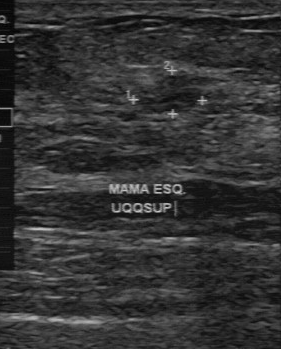
Modality: breast ultrasound.
BI-RADS 4 in the original read; on a second read the margin is partially regular, the boundary somewhat unclear and the lesion slightly hypoechoic. No calcifications are seen. Histopathology: fibroadenoma (benign).